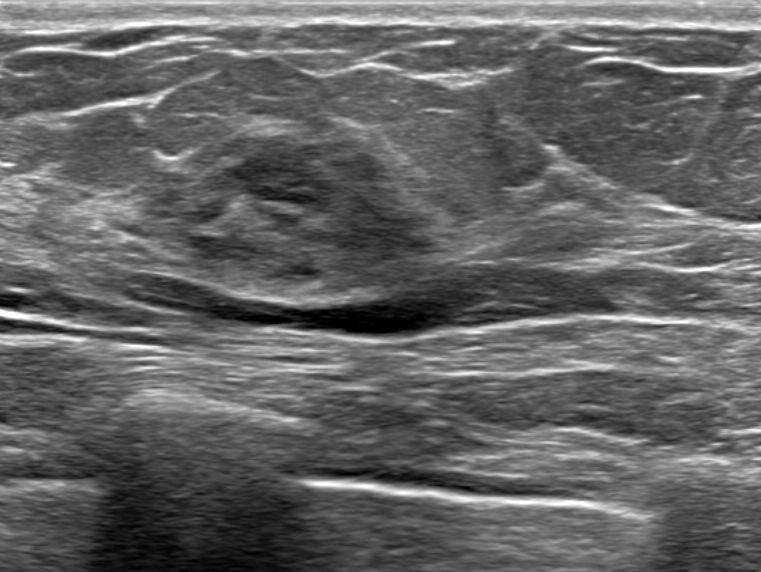
Imaging: breast ultrasound.
There is an oval finding that is isoechoic, with circumscribed margins. Posterior enhancement is present. No calcifications are seen. BI-RADS 4A; benign on biopsy or follow-up. Biopsy confirmed benign mammary dysplasia.